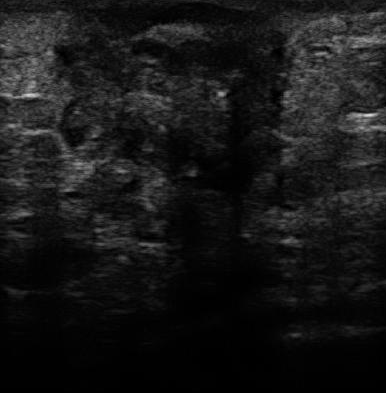
Modality: breast ultrasound image.
BI-RADS (second read): 4C. Echogenicity: heterogeneous. Calcifications: multiple calcifications.
OUTCOME ON BIOPSY OR FOLLOW-UP: malignant.